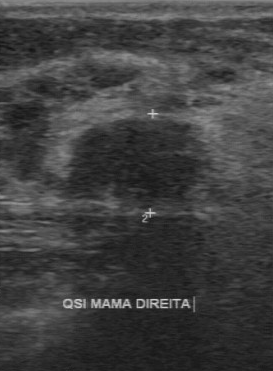
Imaging: breast sonogram.
BI-RADS 4 in the original read. A second, independent read describes the lesion as follows. No calcifications are seen. Margin: regular. Echo pattern: hypoechoic. Boundary: fairly clear. Histopathology: fibroadenoma (benign).